Breast ultrasound image.
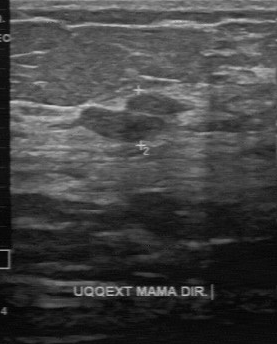
The mass demonstrates partially regular contour, calcifications: none, biopsy or follow-up result: benign, biopsy result: fibroadenoma, slightly hypoechoic echo pattern, fairly clear lesion boundary.